Modality: breast sonogram.
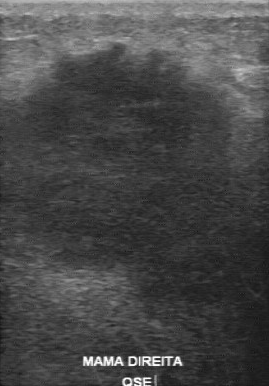
BI-RADS 5 in the original read. The following findings are from a second reader, independent of the original assessment. No calcifications are seen. Boundary: unclear. Margin: irregular. Echo pattern: hypoechoic. Histopathology: invasive ductal carcinoma (malignant).